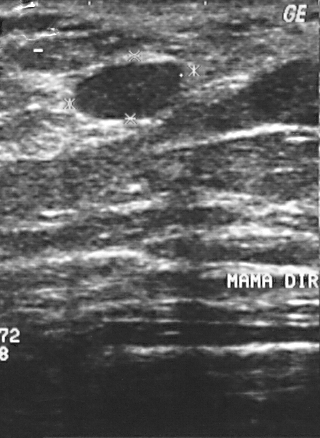
Breast sonogram.
Lesion: benign on biopsy or follow-up.